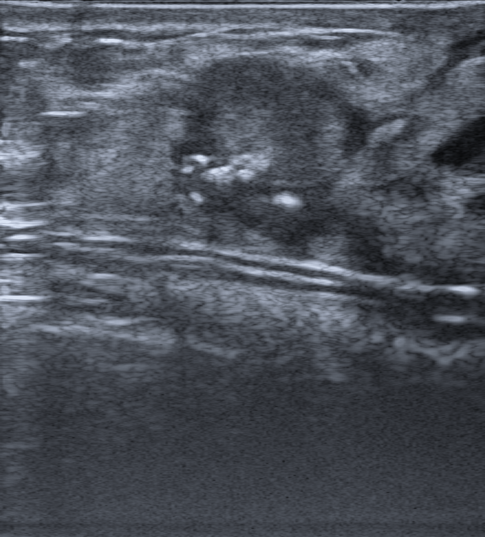
Patient age: 43. Background tissue composition: homogeneous: fibroglandular. Breast ultrasound image.
Lesion: malignant on biopsy or follow-up. BI-RADS 4C.